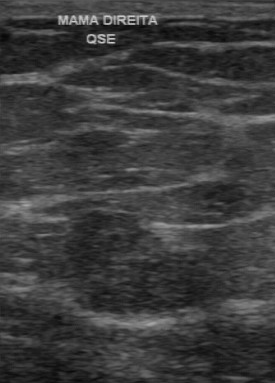
Modality: breast ultrasound scan.
BI-RADS (second read): 3. No calcifications are seen. The lesion boundary is clear. Internal echoes: hypoechoic.